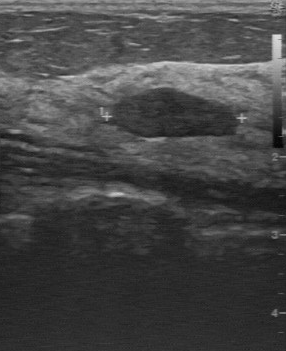
Acquired on GE Logiq 7 @10-14MHz. Modality: breast ultrasound image.
BI-RADS: 2.